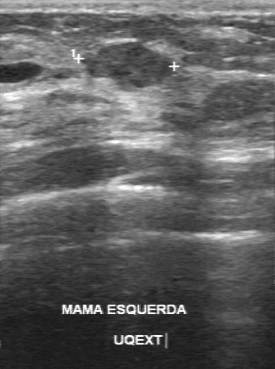
Acquired on GE Logiq 7 @10-14MHz. Breast US.
Biopsy result: intraductal papilloma. Biopsy or follow-up result: benign. Calcifications: none. BI-RADS on independent re-read: 3. Internal echoes: slightly hypoechoic. Lesion boundary: fairly clear.
OUTCOME ON BIOPSY OR FOLLOW-UP: benign.